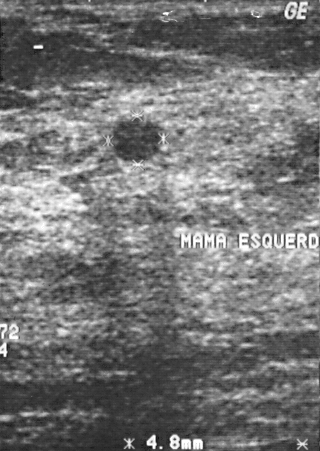
Modality: breast ultrasound scan.
A finding is present on this breast ultrasound scan. Assessment: BI-RADS 2. Biopsy showed fibrocystic changes, a benign finding.